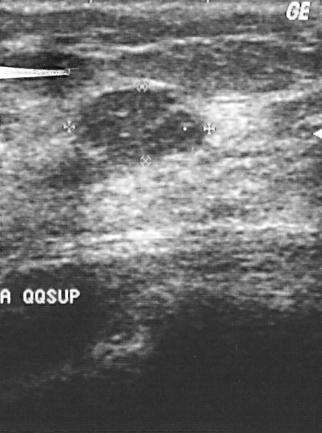
Imaging: breast sonogram.
A lesion is seen. It was assessed as BI-RADS 2. The biopsy result was fibroadenoma; the lesion is benign.